Imaging: breast ultrasound image. Scanner: GE Logiq 7 @10-14MHz.
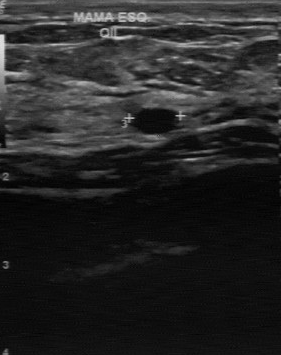
Coordinates are pixels in the 281x355 image. The lesion occupies approximately (135,108)-(177,133).